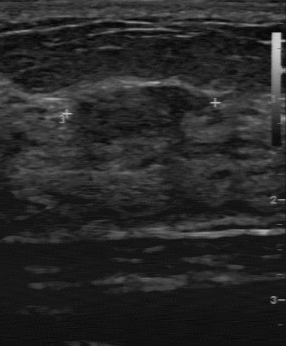
B-mode breast ultrasound.
Lesion characteristics:
- biopsy or follow-up result: benign
- BI-RADS category: 4
- histopathology: fibroadenoma